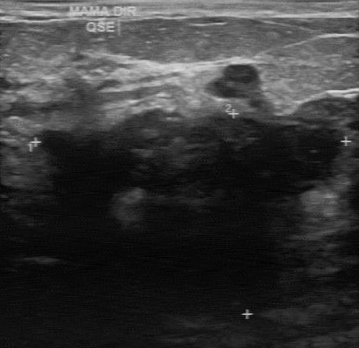
Modality: breast ultrasound image.
BI-RADS 4 in the original read; on a second read the margin is irregular, the boundary unclear and the mass hypoechoic. No calcifications are seen. The biopsy result was invasive ductal carcinoma; the mass is malignant.